Modality: breast ultrasound scan.
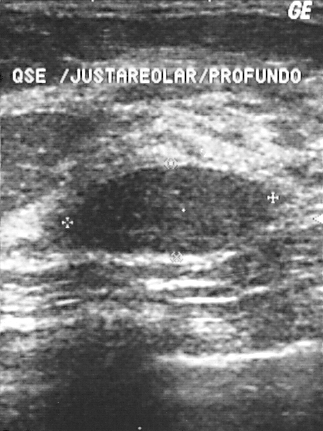
This breast ultrasound scan shows a lesion, benign on biopsy or follow-up. (BI-RADS category 2.)